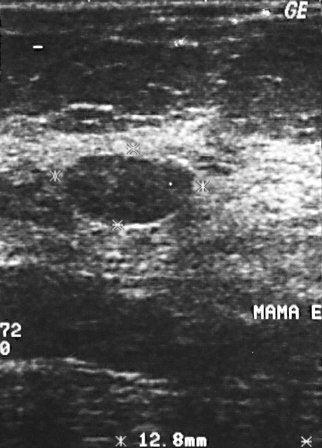
Imaging: breast ultrasound image. Acquired on GE Logiq 5 @10-12MHz.
The finding is benign on biopsy or follow-up. (BI-RADS category 2.)